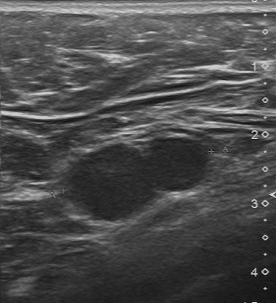
Modality: breast US. Scanner: Toshiba Aplio 300 @12-14 MHz.
Breast US findings:
- biopsy or follow-up result: malignant
- BI-RADS: 4